B-mode breast ultrasound.
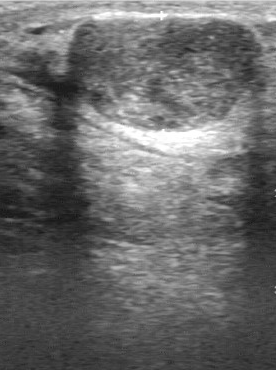
BI-RADS 4 in the original read; on a second read the margin is regular, the boundary clear and the finding hypoechoic. Biopsy showed fibroadenoma, a benign finding.